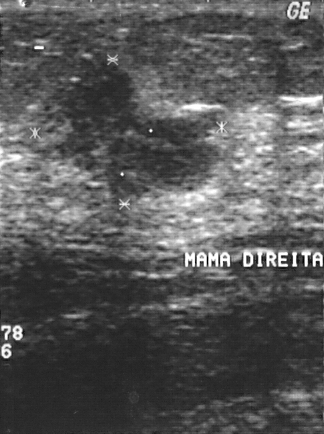
Breast ultrasound scan.
BI-RADS assessment: 4. Histopathology: invasive ductal carcinoma (malignant).